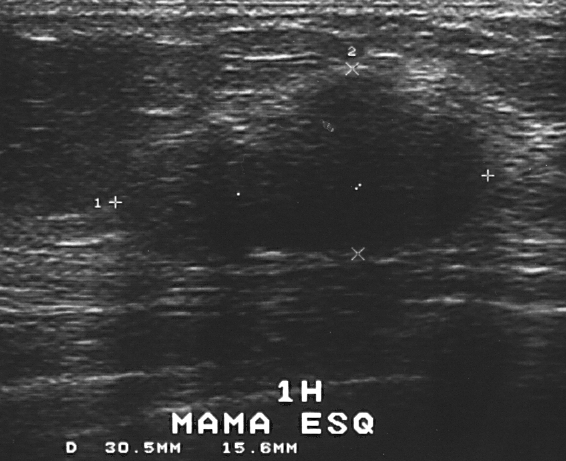
Breast ultrasound image.
A finding is present on this breast ultrasound image. BI-RADS category 4. Biopsy showed fibroadenoma, a benign finding.